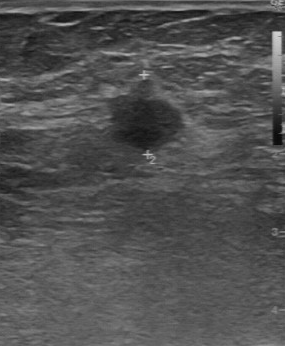
Acquired on GE Logiq 7 @10-14MHz. Modality: breast ultrasound scan.
The original reader assigned BI-RADS 4.
On a second read by an independent reader:
The lesion has a partially regular margin.
Echo pattern: hypoechoic.
Its boundary is somewhat unclear.
There are no calcifications.
Biopsy showed invasive ductal carcinoma, a malignant finding.